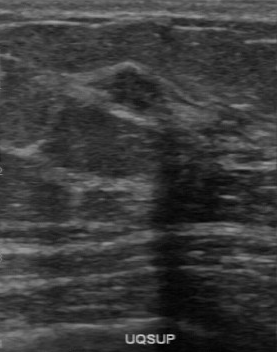
Breast ultrasound.
Biopsy or follow-up result: benign. BI-RADS 4.